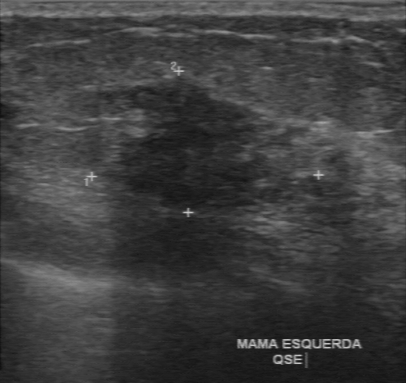
Imaging: B-mode breast ultrasound.
The lesion was assessed as BI-RADS 4 by the original reader.
On a second read by an independent reader:
The lesion has an irregular margin.
Boundary: unclear.
Echo pattern: hypoechoic.
No calcifications are seen.
Histopathology: invasive ductal carcinoma (malignant).